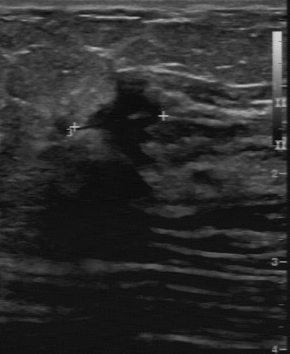
Acquired on GE Logiq 7 @10-14MHz. Breast ultrasound scan.
FINDINGS: Breast ultrasound scan. BI-RADS category: 5. Histopathology: invasive ductal carcinoma.
OUTCOME ON BIOPSY OR FOLLOW-UP: malignant.